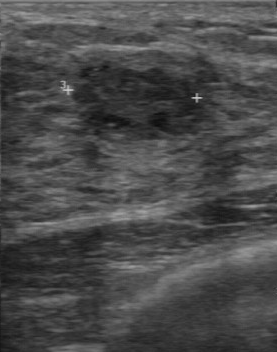
Breast ultrasound image.
A mass is seen with independent BI-RADS assessment: 3, calcifications: absent, regular margin, clear lesion boundary, hypoechoic echo pattern, original BI-RADS: 4, biopsy or follow-up result: benign.